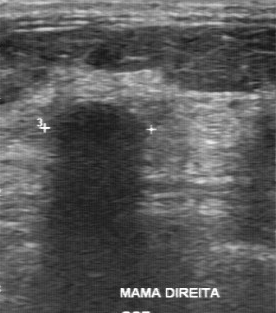
Scanner: GE Logiq 7 @10-14MHz. Modality: B-mode breast ultrasound.
The finding is located within the bounding box [42, 101, 151, 166].